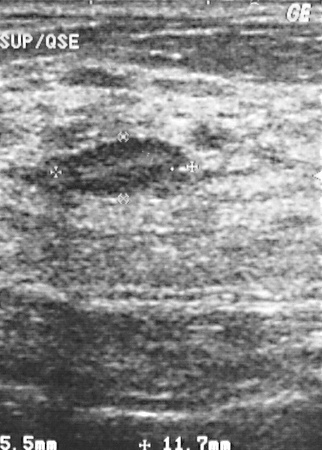
Imaging: breast ultrasound scan.
BI-RADS assessment: 2. Outcome on biopsy or follow-up: benign. Histopathology: cyst.